Patient age: 65. Imaging: breast US.
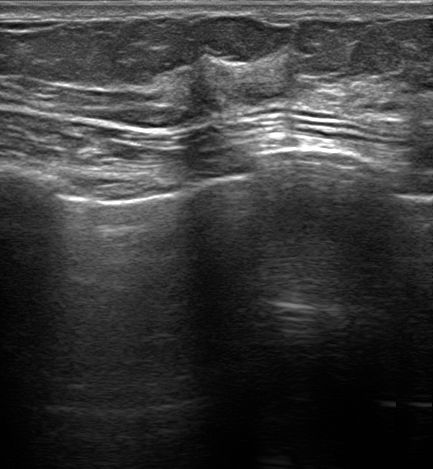
Biopsy or follow-up result: malignant.